Scanner: GE Logiq 5 @10-12MHz. Breast ultrasound.
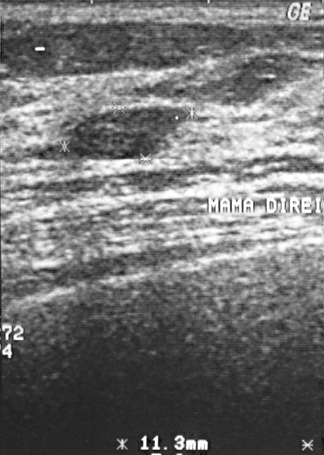
Finding bounding box: 70 106 184 159. The finding is benign on biopsy or follow-up.